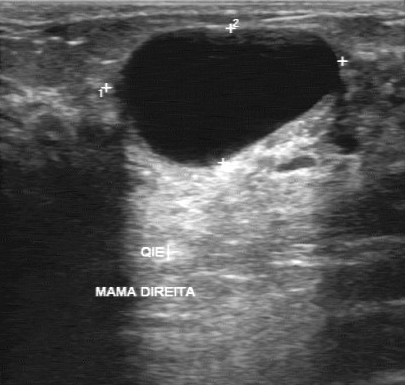
Imaging: breast ultrasound.
(coordinates in a 405x385 pixel frame) The finding occupies approximately (113,25)-(340,166). The finding is benign on biopsy or follow-up.